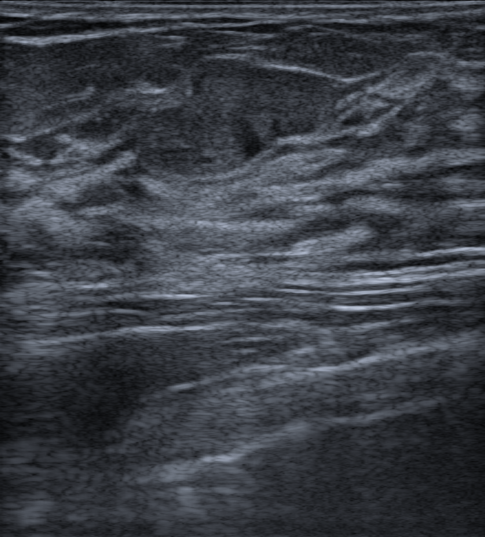
Imaging: breast ultrasound image.
An oval, isoechoic finding with a circumscribed margin is seen. There are no posterior features. BI-RADS assessment: 4A; biopsy or follow-up result: benign. Radiologic interpretation: Fibroadenoma.